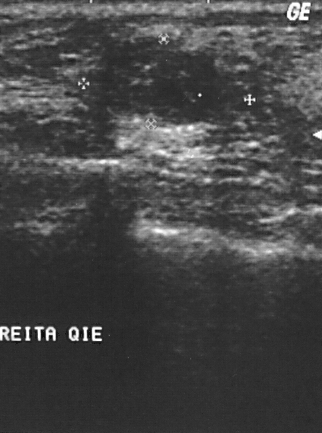
Acquired on GE Logiq 5 @10-12MHz. Imaging: breast US.
A finding is seen. It was assessed as BI-RADS 2. The biopsy result was fibroadenoma; the finding is benign.